Scanner: GE Logiq 5 @10-12MHz. Imaging: breast ultrasound scan.
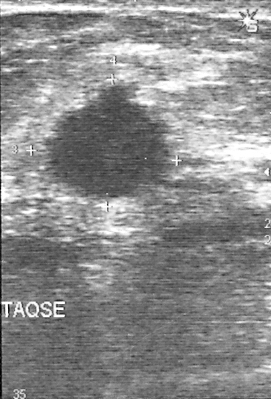
This breast ultrasound scan shows a lesion. It was assessed as BI-RADS 4. The biopsy result was invasive ductal carcinoma; the lesion is malignant.